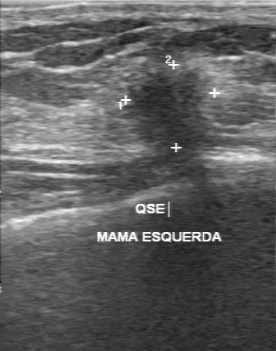
Breast ultrasound image. Scanner: GE Logiq 7 @10-14MHz.
Pixel coordinates (x1, y1, x2, y2): Breast lesion bounding box: x1=123, y1=66, x2=220, y2=151.